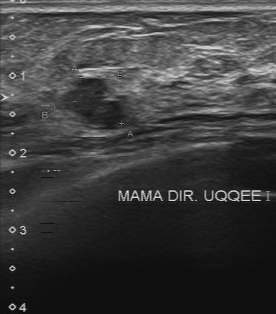
Imaging: breast ultrasound scan.
A mass is seen with second-reader BI-RADS: 3.